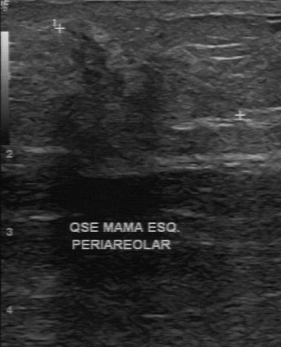
Imaging: breast sonogram.
Contour: irregular. Calcifications: absent. Internal echoes: slightly hypoechoic. Outcome on biopsy or follow-up: malignant. Lesion boundary: unclear. Biopsy result: invasive lobular carcinoma.
OUTCOME ON BIOPSY OR FOLLOW-UP: malignant.